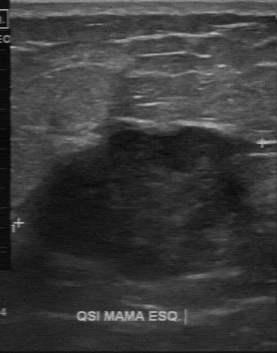
Imaging: breast ultrasound image.
The breast lesion was assessed as BI-RADS 4 by the original reader.
On a second read by an independent reader:
Echo pattern: hypoechoic.
The lesion boundary is somewhat unclear.
Margin: partially regular.
No calcifications are seen.
Histopathology: invasive ductal carcinoma (malignant).